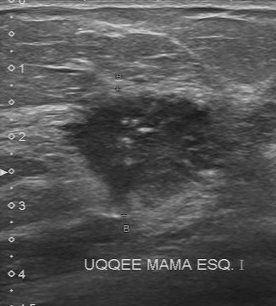
B-mode breast ultrasound.
The mass was categorized BI-RADS 5 in the original read. On a second, independent read, a mass with an irregular margin and an unclear boundary is seen; it is hypoechoic. The mass contains multiple calcifications. Biopsy showed invasive ductal carcinoma, a malignant finding.